Breast ultrasound scan.
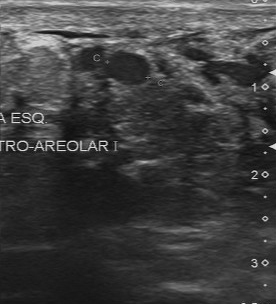
This breast ultrasound scan shows a breast lesion with clear boundary, original BI-RADS: 2, calcifications: none, regular margin, hypoechoic internal echoes, confirmed outcome (biopsy or follow-up): benign, BI-RADS (second read): 3.